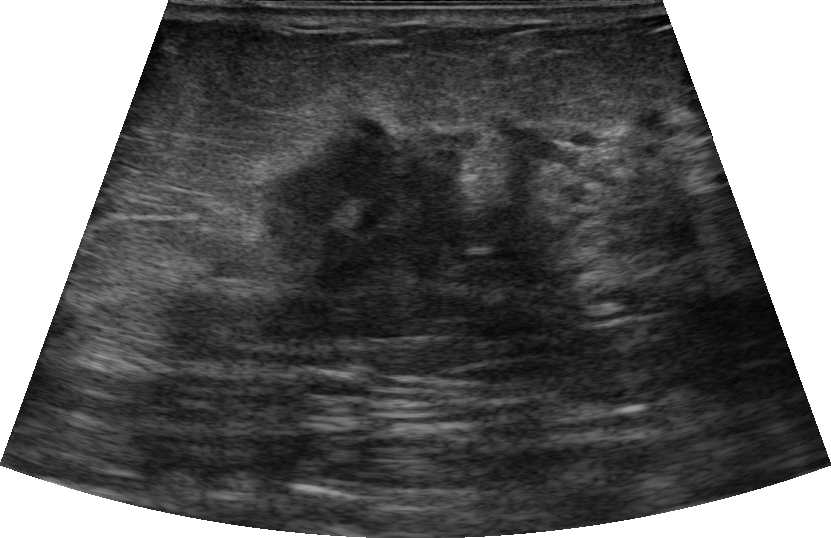
Imaging: breast ultrasound scan.
The breast lesion is located within the bounding box 217 110 626 350. BI-RADS 5.